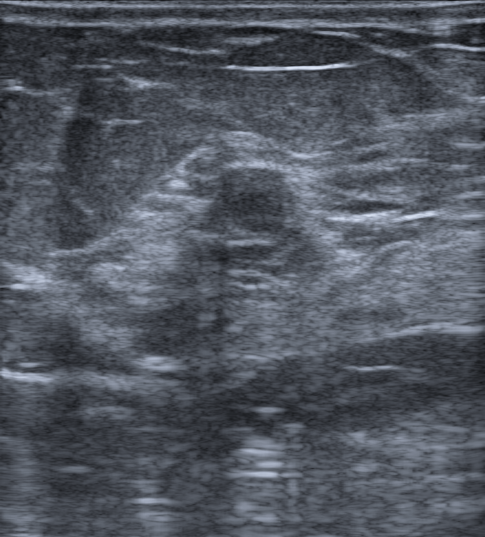
Imaging: breast sonogram.
The finding is oval and hypoechoic; its margin is circumscribed. There are no posterior features. Echogenic halo: absent. Skin thickening: none. BI-RADS 4A; benign on biopsy or follow-up. Histopathology: Fibroadenoma.